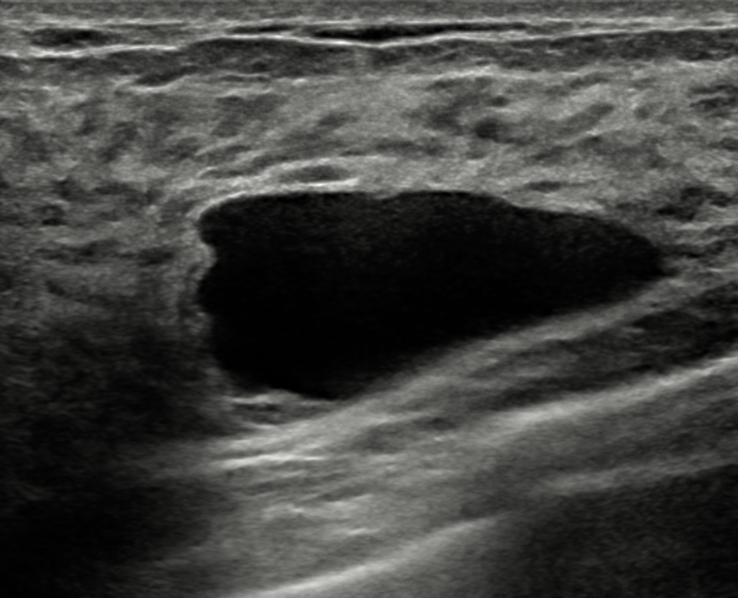
Background tissue composition: heterogeneous: predominantly fibroglandular. Imaging: breast ultrasound image.
Assigned BI-RADS 2. Radiologist's impression: Simple cyst; Complex cyst / Non-simple cyst. This lesion proved benign on biopsy or follow-up. The finding was confirmed by follow-up care. The lesion is oval in shape. Margins are circumscribed. Echogenicity: anechoic. Posterior enhancement is present. No echogenic halo is seen. Calcifications: none. Skin thickening: none.